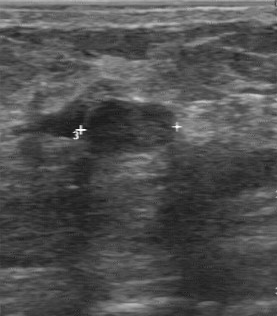
Scanner: GE Logiq 7 @10-14MHz. Imaging: breast ultrasound image.
The breast lesion demonstrates hypoechoic echo pattern, biopsy or follow-up result: benign, clear boundary, calcifications: absent, regular contour, pathology: cyst.